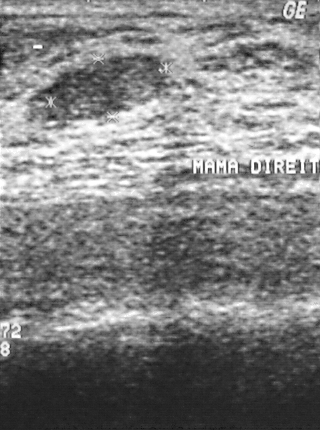
Imaging: breast US.
The breast lesion is assessed as BI-RADS 2. The biopsy result was fibroadenoma; the breast lesion is benign. This breast lesion proved benign on biopsy or follow-up.